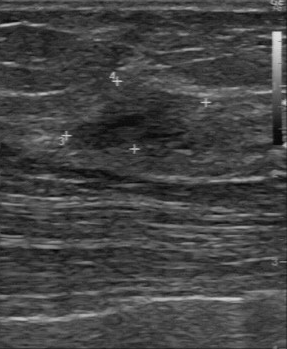
Modality: B-mode breast ultrasound.
The finding was assessed as BI-RADS 4 by the original reader. On a second, independent read, a finding with a partially regular margin and a fairly clear boundary is seen; it is slightly hypoechoic. There are no calcifications. Pathology confirmed benign fibroadenoma.